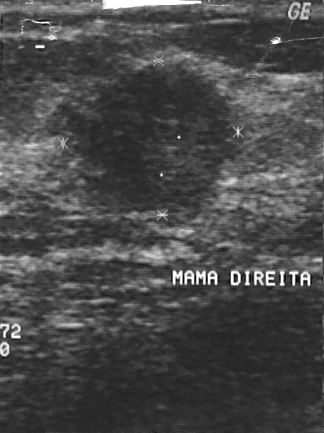
Modality: breast US.
The breast lesion is assessed as BI-RADS 4. The biopsy result was invasive ductal carcinoma; the breast lesion is malignant. Biopsy or follow-up result: malignant.